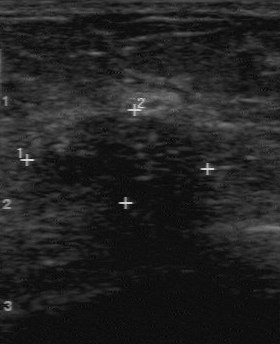
Breast US.
A breast lesion is seen with calcifications: suspected, biopsy or follow-up result: malignant, irregular contour, unclear boundary, heterogeneous echo pattern.